Modality: breast ultrasound.
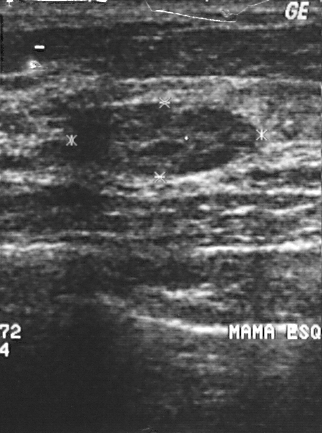
Pixel coordinates (x1, y1, x2, y2): The breast lesion is located within the bounding box x1=79, y1=103, x2=255, y2=175. BI-RADS 2.